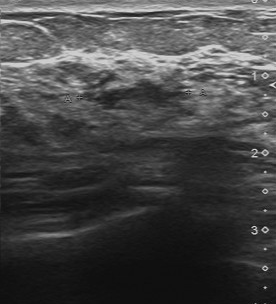
Scanner: Toshiba Aplio 300 @12-14 MHz. Modality: breast ultrasound image.
The finding was categorized BI-RADS 4 in the original read. A second reader, independent of the original assessment, describes a hypoechoic finding with an irregular margin; the boundary is unclear. There are no calcifications. Biopsy showed hyperplasia, a benign finding.